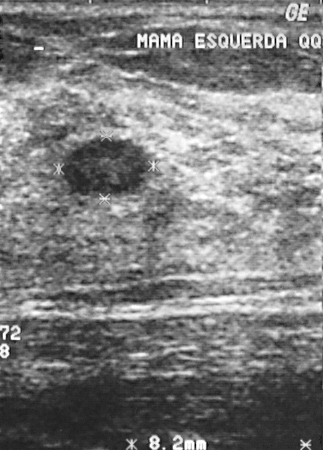
Imaging: breast sonogram.
Coordinates are pixels in the 323x450 image. Segment the breast lesion: bounding box x1=64, y1=139, x2=150, y2=195.